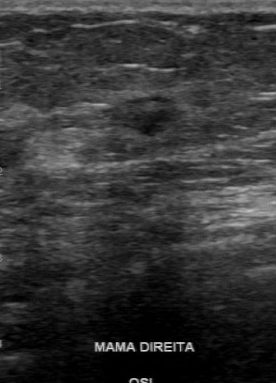
Breast sonogram.
This breast sonogram shows a mass, malignant on biopsy or follow-up.